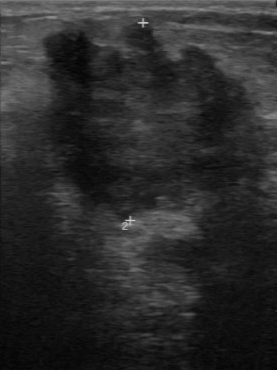
Breast ultrasound. Acquired on GE Logiq 7 @10-14MHz.
Biopsy or follow-up result: malignant. (BI-RADS category 5.)